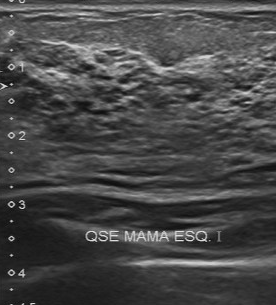
Modality: breast ultrasound scan.
Outcome on biopsy or follow-up is malignant. Biopsy result: invasive ductal carcinoma. The BI-RADS is 4.